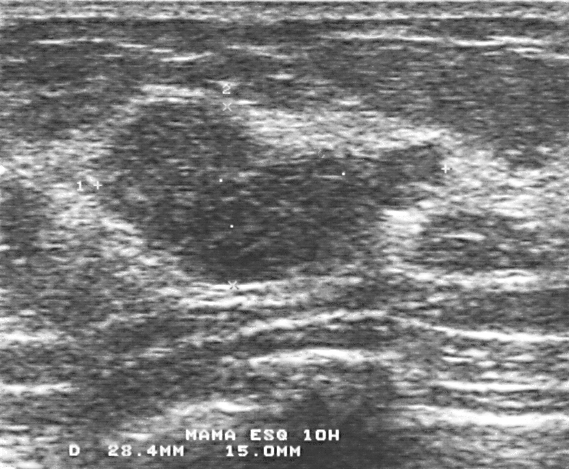
Modality: breast US.
A mass is seen. It was assessed as BI-RADS 4. Histopathology: fibroadenoma (benign).